Breast ultrasound scan.
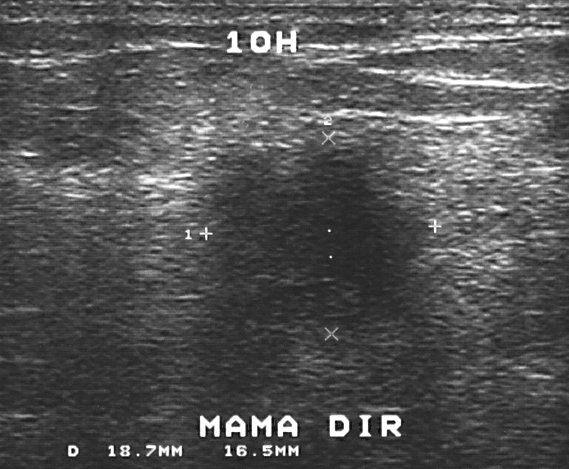
Mass: malignant on biopsy or follow-up. (BI-RADS category 4.)